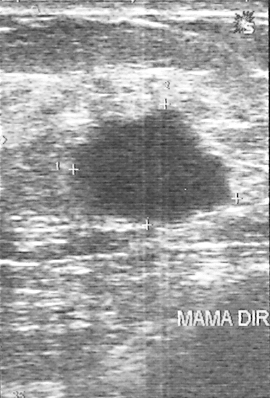
Modality: breast ultrasound scan.
The finding is assessed as BI-RADS 4. The finding is malignant on biopsy or follow-up. Histopathology: invasive ductal carcinoma.